Breast ultrasound scan.
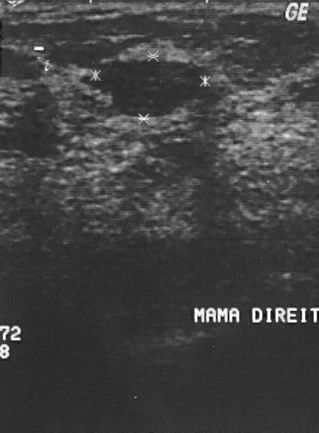
Coordinates are pixels in the 319x433 image. Breast lesion bounding box: 108 59 195 115. The breast lesion is benign on biopsy or follow-up. BI-RADS 2.